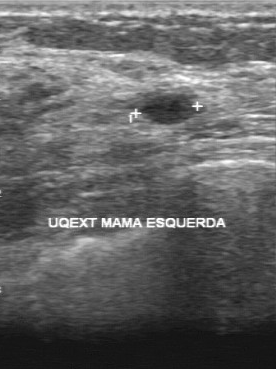
Imaging: breast US. Acquired on GE Logiq 7 @10-14MHz.
The mass is benign on biopsy or follow-up.